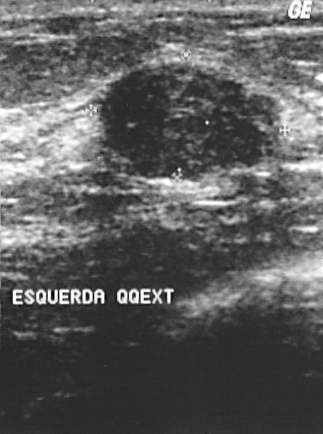
Breast ultrasound.
Biopsy showed fibroadenoma, a benign finding. BI-RADS assessment: 2. The mass is benign on biopsy or follow-up.